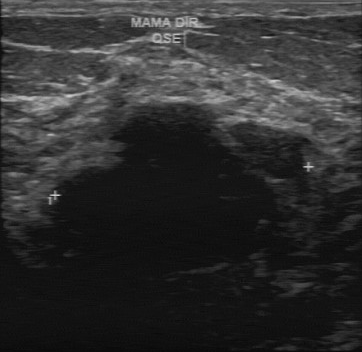
Imaging: breast sonogram.
This breast sonogram shows a lesion with BI-RADS on independent re-read: 4B, original BI-RADS: 3.